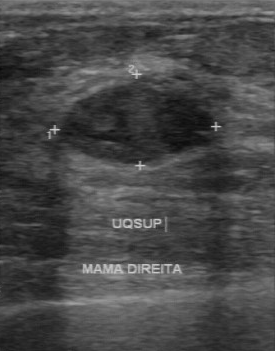
Acquired on GE Logiq 7 @10-14MHz. Breast US.
Pathology is fibroadenoma. Second-reader BI-RADS: 3.